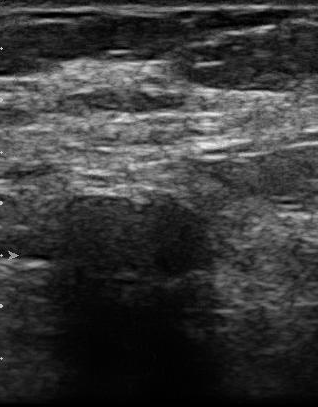
Scanner: U-Systems @10-14MHz. Imaging: breast ultrasound scan.
BI-RADS 3 in the original read; on a second read the margin is regular, the boundary fairly clear and the mass hypoechoic. Pathology confirmed benign fibroadenoma.